Breast ultrasound.
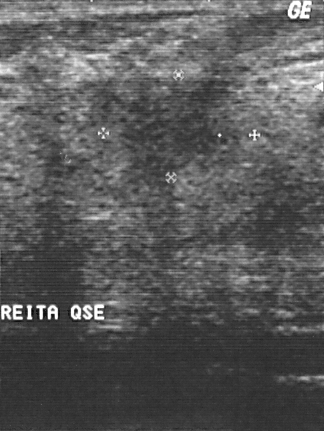
The biopsy result was invasive ductal carcinoma. Assigned BI-RADS 4. This breast lesion proved malignant on biopsy or follow-up.